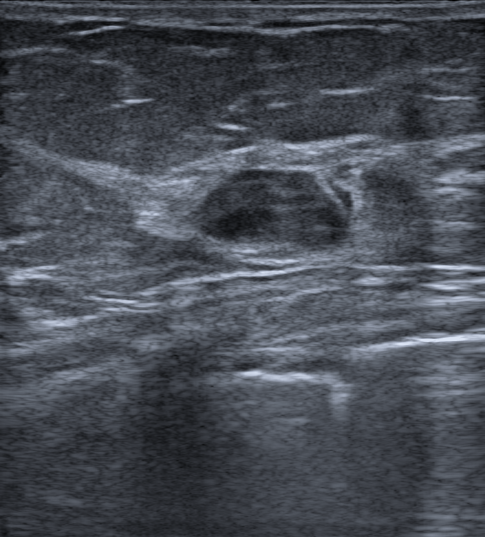
67-year-old patient. Breast US.
BI-RADS category: 4A. The verification is confirmed by biopsy. There is no skin thickening. Echo pattern is heterogeneous. The biopsy or follow-up result is malignant. The histopathology is Invasive lobular carcinoma. Lesion shape is oval. There is no echogenic halo. Calcifications: none.